Scanner: GE Logiq 5 @10-12MHz. Imaging: breast US.
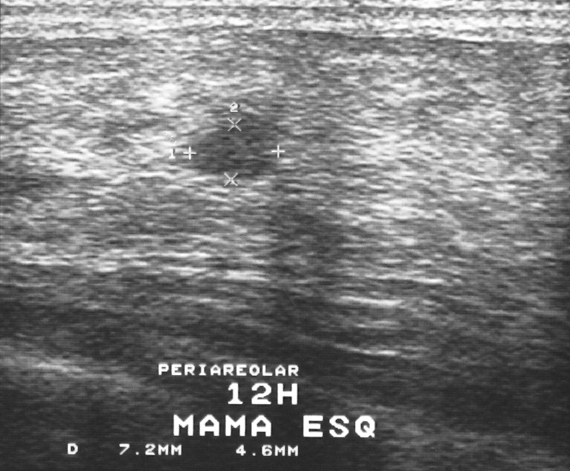
The breast lesion demonstrates BI-RADS assessment: 2, biopsy or follow-up result: benign.